Breast sonogram.
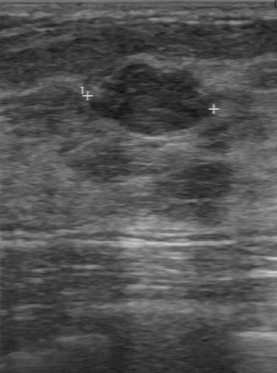
(coordinates in a 277x373 pixel frame) The finding occupies approximately top-left (90, 65), bottom-right (214, 133).